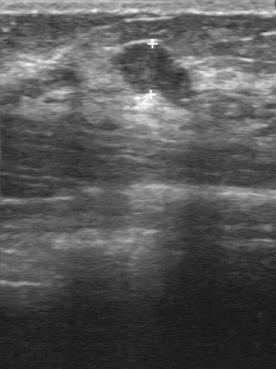
Scanner: GE Logiq 7 @10-14MHz. Modality: breast US.
Breast US findings:
- lesion boundary: fairly clear
- biopsy or follow-up result: benign
- BI-RADS (first reader): 3
- second-reader BI-RADS: 3
- calcifications: none
- margin: partially regular
- internal echoes: slightly hypoechoic